Breast sonogram.
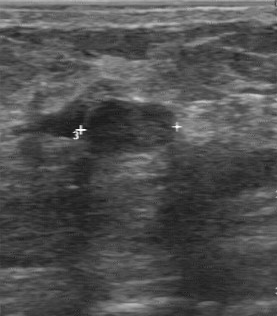
Breast sonogram findings:
- calcifications: absent
- echogenicity: hypoechoic
- independent BI-RADS assessment: 3
- original BI-RADS: 2
- lesion boundary: clear
- margin: regular